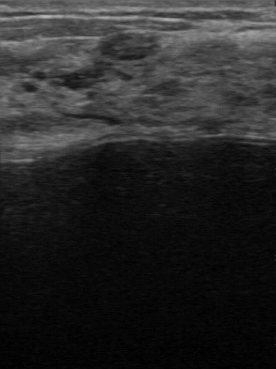
Imaging: B-mode breast ultrasound. Acquired on GE Logiq 7 @10-14MHz.
Finding: lesion, benign on biopsy or follow-up. BI-RADS 3.